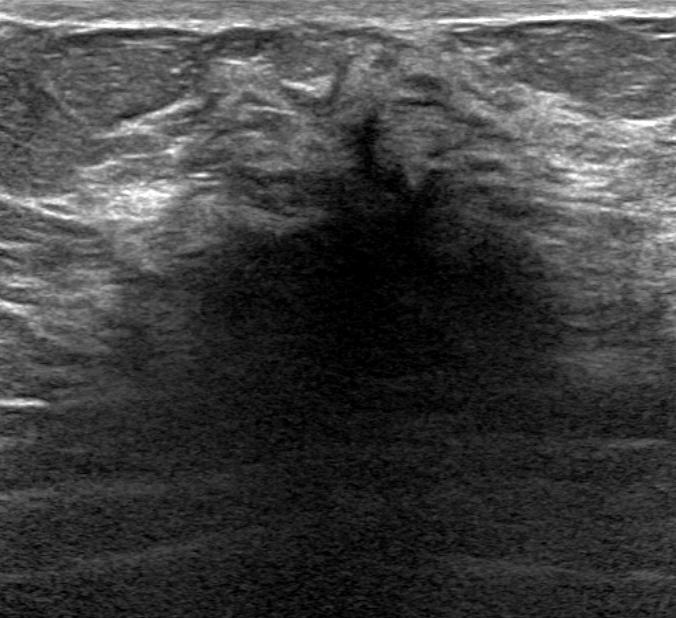
Breast sonogram.
The mass is irregular and hypoechoic; its margin is not circumscribed (spiculated and indistinct). Posterior features: shadowing. Skin thickening is present. Echogenic halo: present. BI-RADS 4C; outcome on biopsy or follow-up: malignant. Differential on reading: Suspicion of malignancy. Biopsy confirmed invasive lobular carcinoma.